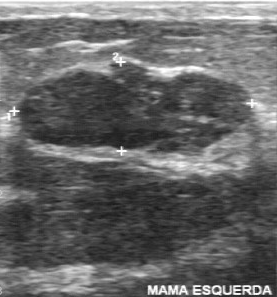
Modality: breast US.
BI-RADS 2 in the original read. On a second, independent read, a mass with a partially regular margin and a fairly clear boundary is seen; it is hypoechoic. Calcification is suspected. The biopsy result was fibroadenoma; the mass is benign.